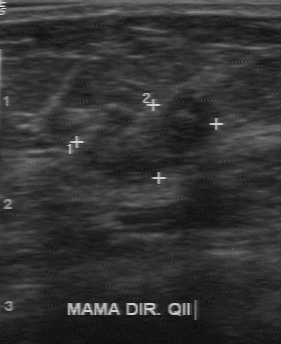
Scanner: GE Logiq 7 @10-14MHz. Imaging: breast ultrasound image.
Lesion characteristics:
- BI-RADS category: 4
- biopsy or follow-up result: malignant